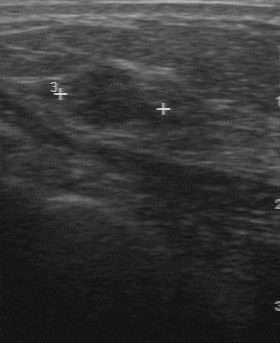
B-mode breast ultrasound.
FINDINGS: Contour: partially regular. Lesion boundary: somewhat unclear. Calcifications: none. Internal echoes: slightly hypoechoic. Histopathology: invasive ductal carcinoma.